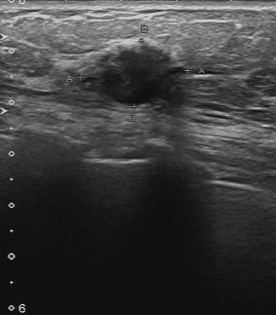
B-mode breast ultrasound.
- boundary: somewhat unclear
- outcome on biopsy or follow-up: malignant
- calcifications: none
- echo pattern: hypoechoic
- contour: partially regular